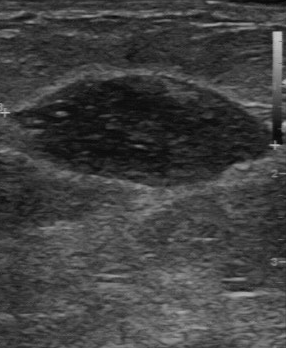
Imaging: B-mode breast ultrasound. Scanner: GE Logiq 7 @10-14MHz.
FINDINGS: B-mode breast ultrasound. Echo pattern: slightly hypoechoic. Histopathology: mastitis. Calcifications: absent. Lesion margin: regular. Lesion boundary: clear.
OUTCOME ON BIOPSY OR FOLLOW-UP: benign.